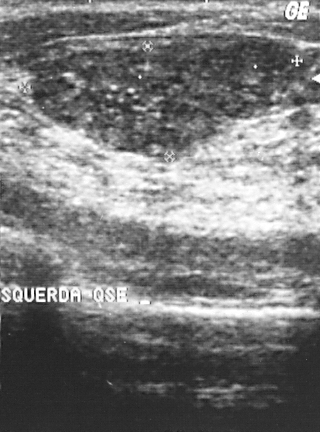
Imaging: B-mode breast ultrasound.
BI-RADS is 2. Outcome on biopsy or follow-up: benign.